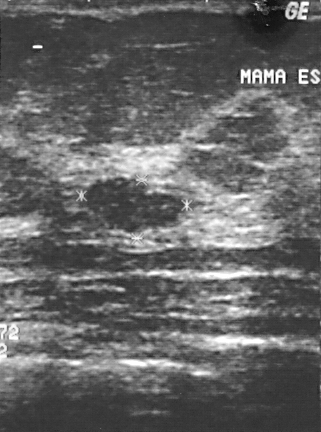
Imaging: breast sonogram.
Biopsy or follow-up result: benign. Histopathology: fibroadenoma. BI-RADS assessment: 2.